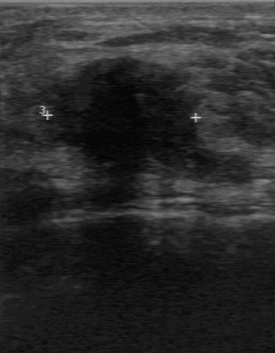
Modality: breast sonogram.
The breast lesion was categorized BI-RADS 4 in the original read. A second reader, independent of the original assessment, describes a hypoechoic breast lesion with an irregular margin; the boundary is unclear. The biopsy result was invasive lobular carcinoma; the breast lesion is malignant.